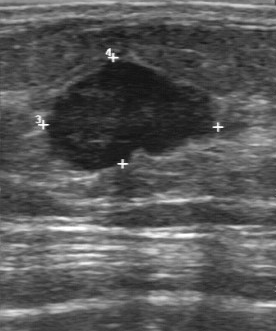
Imaging: breast ultrasound image.
Finding: breast lesion, malignant on biopsy or follow-up. BI-RADS 4.